Modality: breast ultrasound image.
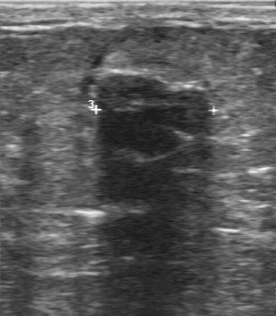
BI-RADS 2 in the original read. Findings on the second read (an independent reader): a slightly hypoechoic finding, margin partially regular, boundary fairly clear. No calcifications are seen. Histopathology: fibroadenoma (benign).